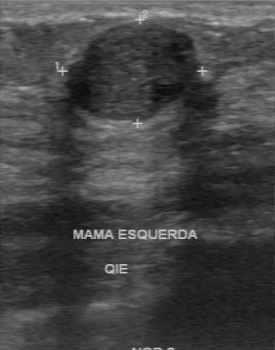
Imaging: breast ultrasound image.
The lesion demonstrates calcifications: none, regular margin, BI-RADS (first reader): 2, hypoechoic internal echoes, independent BI-RADS assessment: 3, clear boundary, histopathology: fibroadenoma.